B-mode breast ultrasound.
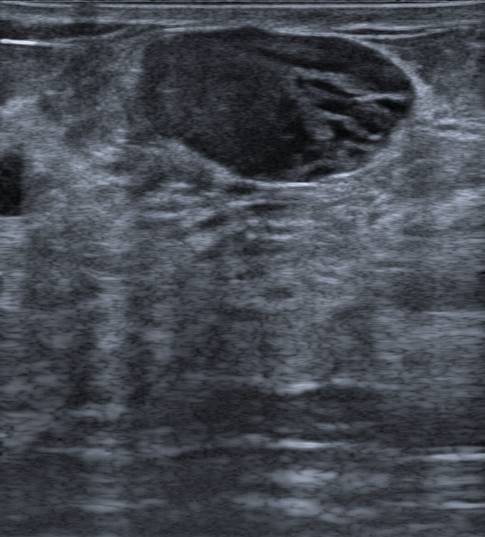
Finding: mass, benign on biopsy or follow-up.